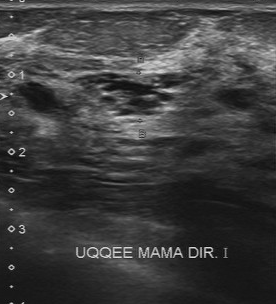
Modality: breast ultrasound.
This breast ultrasound shows a lesion with somewhat unclear boundary, mixed cystic and solid echo pattern, calcifications: suspected, partially regular contour, confirmed outcome (biopsy or follow-up): benign, pathology: fibrocystic changes.